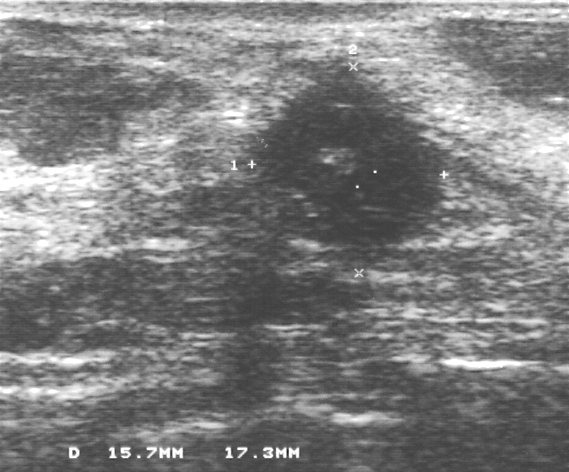
Imaging: breast ultrasound.
The BI-RADS is 4. The outcome on biopsy or follow-up is malignant.